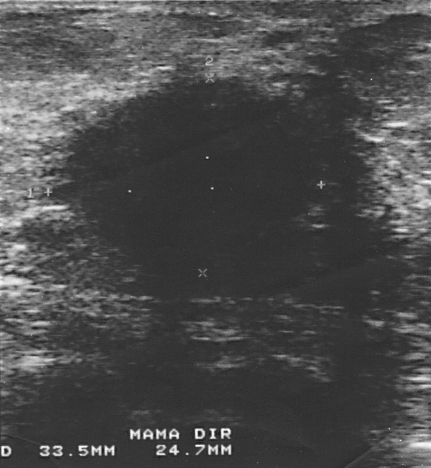
Imaging: breast ultrasound scan.
The finding is assessed as BI-RADS 4. This finding proved malignant on biopsy or follow-up. Biopsy showed invasive ductal carcinoma.